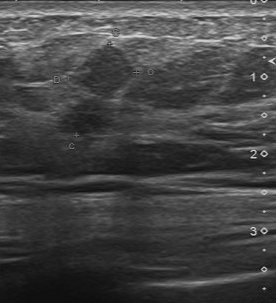
Modality: breast US.
The echo pattern is slightly hypoechoic. The histopathology is invasive ductal carcinoma. Calcifications are absent. Lesion margin is partially regular. The lesion boundary is fairly clear. Confirmed outcome (biopsy or follow-up) is malignant.